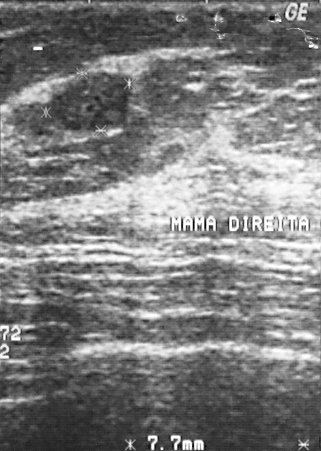
Breast ultrasound.
Pixel coordinates (x1, y1, x2, y2): The breast lesion is located within the bounding box top-left (51, 72), bottom-right (128, 130). The breast lesion is benign on biopsy or follow-up. BI-RADS 2.